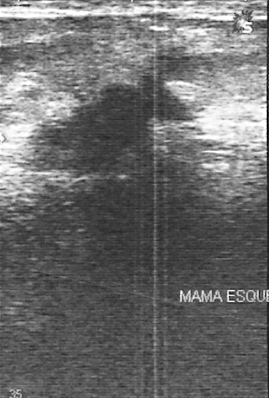
Breast ultrasound.
Coordinates are pixels in the 269x398 image. Lesion region of interest: [48, 72, 198, 178].